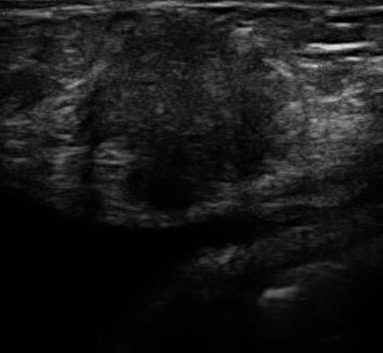
Modality: breast US.
There are no calcifications. Histopathology: invasive ductal carcinoma. Lesion margin is irregular. The lesion boundary is unclear. Echogenicity is heterogeneous.